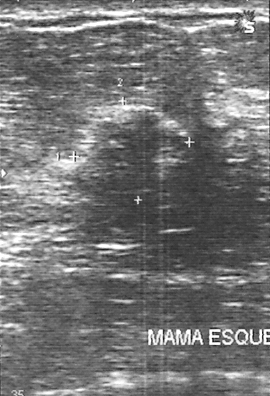
Breast ultrasound.
This breast ultrasound shows a mass, malignant on biopsy or follow-up. BI-RADS 4.